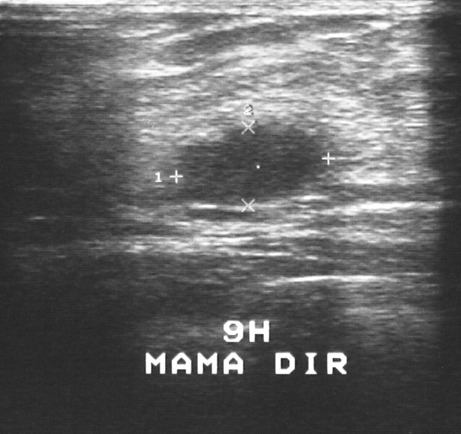
Breast ultrasound scan. Acquired on GE Logiq 5 @10-12MHz.
A breast lesion is seen. Assessment: BI-RADS 3. Pathology confirmed benign fibroadenoma.